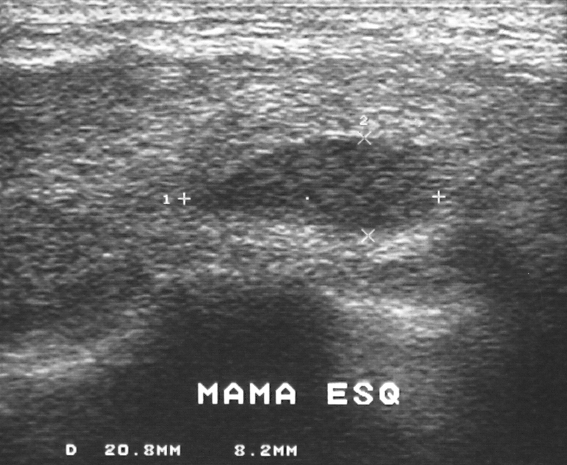
Modality: B-mode breast ultrasound.
Assigned BI-RADS 3.
This lesion proved benign on biopsy or follow-up.
Histopathology: fibroadenoma.